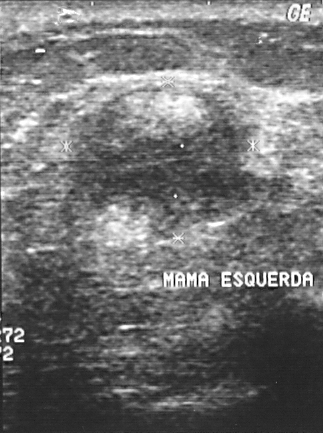
Imaging: breast sonogram.
The biopsy result is invasive ductal carcinoma. The BI-RADS category is 4. Confirmed outcome (biopsy or follow-up) is malignant.